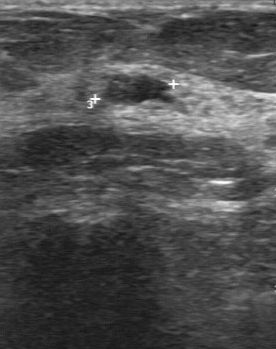
Modality: breast sonogram.
(coordinates in a 276x349 pixel frame) Segment the breast lesion: bounding box top-left (104, 73), bottom-right (171, 106).